Scanner: GE Logiq 7 @10-14MHz. Imaging: breast ultrasound.
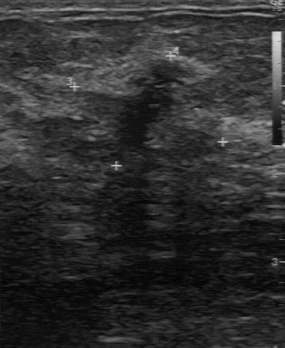
The mass was assessed as BI-RADS 4 by the original reader. A second reader, independent of the original assessment, describes a slightly hypoechoic mass with an irregular margin; the boundary is unclear. Biopsy showed fibrocystic changes, a benign finding.